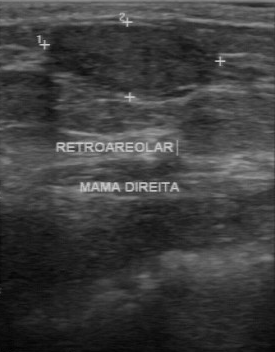
Acquired on GE Logiq 7 @10-14MHz. Imaging: breast ultrasound scan.
BI-RADS 2 in the original read; on a second read the margin is regular, the boundary clear and the mass hypoechoic. Biopsy showed fibroadenoma, a benign finding.